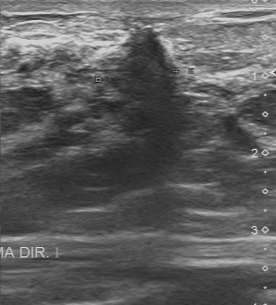
Imaging: breast sonogram.
This breast sonogram shows a breast lesion with pathology: invasive lobular carcinoma, BI-RADS: 4, biopsy or follow-up result: malignant.